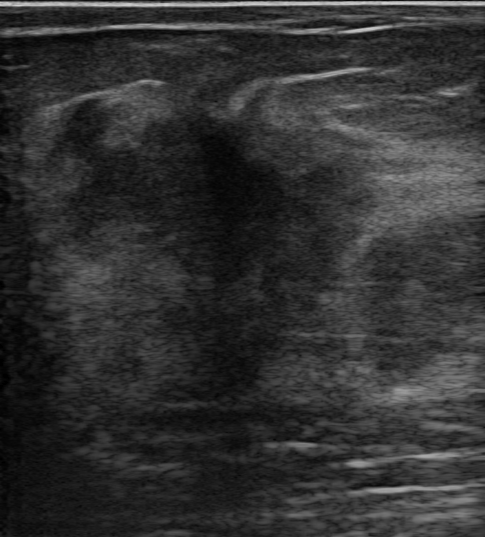
Patient age: 58. Breast ultrasound image.
Biopsy result: Invasive carcinoma of no special type (NST); Sebaceous carcinoma.
BI-RADS assessment: 5.
The lesion is irregular in shape.
The margin is not circumscribed (angular and indistinct).
Its echo pattern is hypoechoic.
There are no posterior acoustic features.
An echogenic halo is present.
Calcifications: none.
There is no skin thickening.